Breast US. Scanner: GE Logiq 7 @10-14MHz.
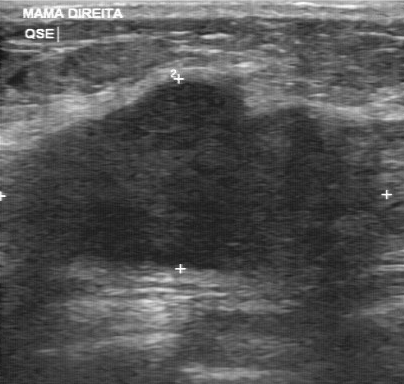
This breast US shows a mass, malignant on biopsy or follow-up. BI-RADS 5.